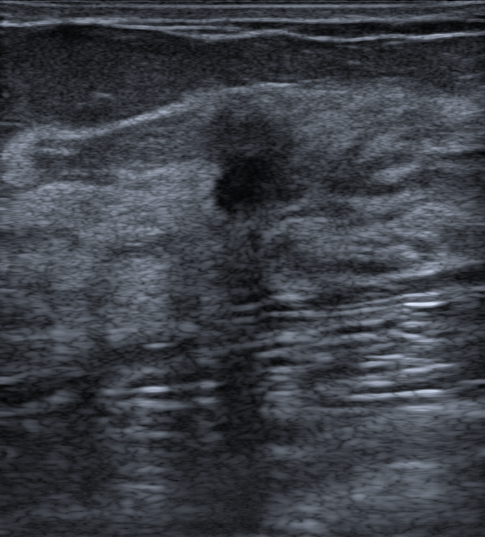
B-mode breast ultrasound. 55-year-old patient.
- lesion margin: not circumscribed - spiculated and microlobulated and indistinct
- echogenicity: hypoechoic
- biopsy or follow-up result: benign
- BI-RADS category: 4C
- posterior features: shadowing
- histopathology: Pseudoangiomatous stromal hyperplasia (PASH)
- echogenic halo: none
- verification: confirmed by biopsy
- skin thickening: none
- lesion shape: irregular
- calcifications: none